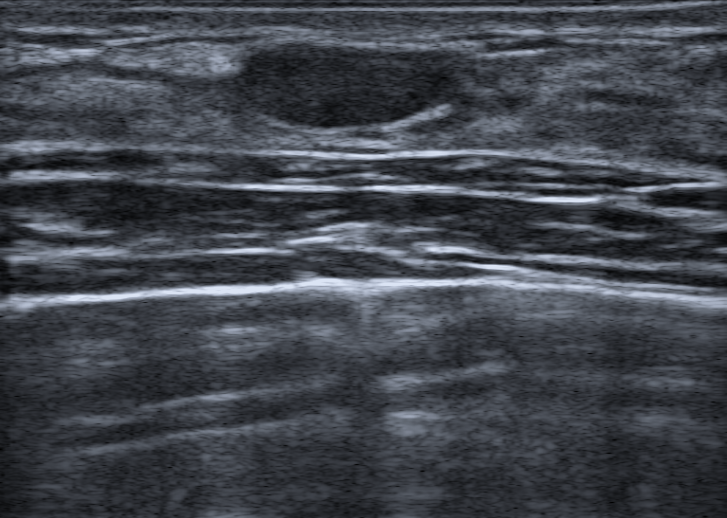
Breast ultrasound image. Background tissue composition: homogeneous: fibroglandular.
This breast ultrasound image shows a breast lesion with hypoechoic echogenicity, calcifications: none, posterior features: none, BI-RADS assessment: 2, skin thickening: none, biopsy or follow-up result: benign, oval shape.